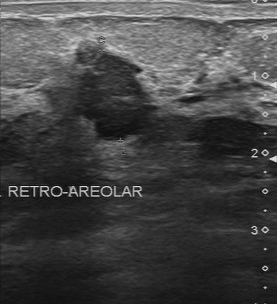
Breast sonogram.
The mass is located within the bounding box 72 51 164 142. BI-RADS 4.